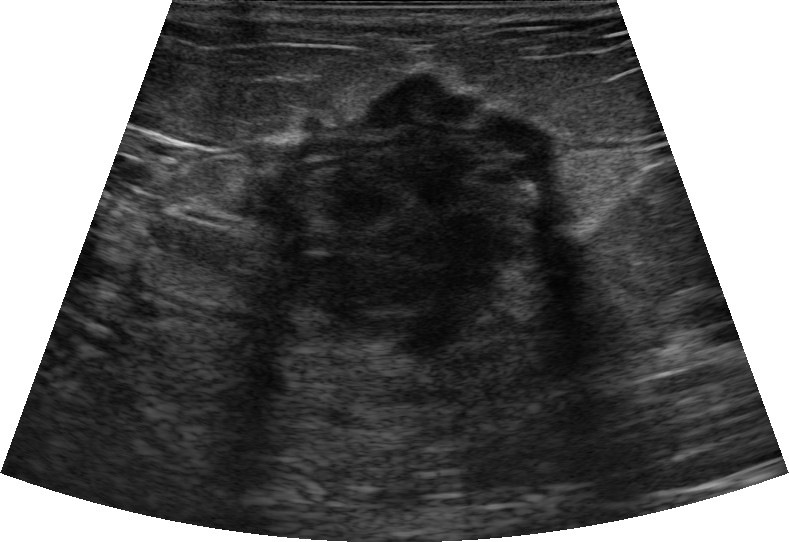
Age 70. Imaging: breast ultrasound image.
(coordinates in a 789x542 pixel frame) The breast lesion is located within the bounding box [238, 69, 569, 355].